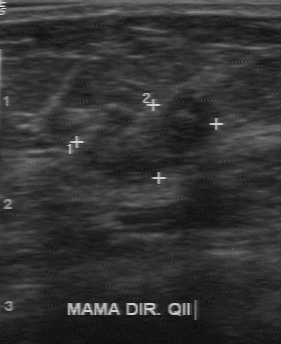
Breast US.
Calcifications: absent. Internal echoes: heterogeneous. Margin: partially regular. Lesion boundary: somewhat unclear.